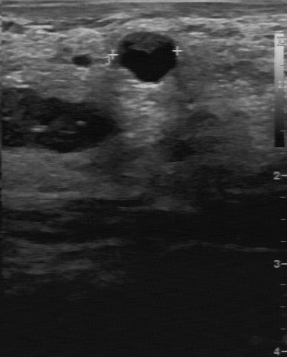
Breast ultrasound scan.
Finding: breast lesion, benign on biopsy or follow-up. BI-RADS 2.